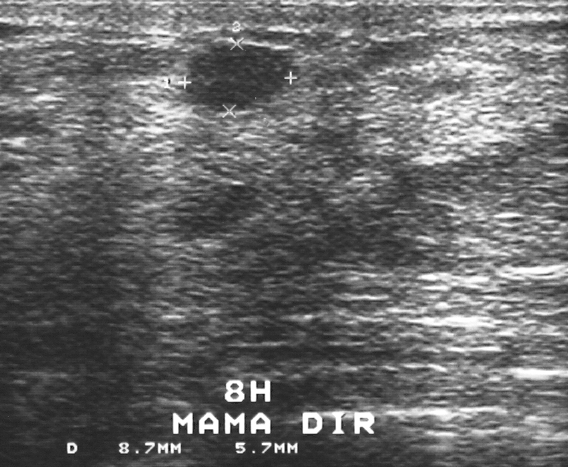
Imaging: breast ultrasound image.
BI-RADS: 2. Pathology: fibroadenoma. Biopsy or follow-up result: benign.
OUTCOME ON BIOPSY OR FOLLOW-UP: benign.